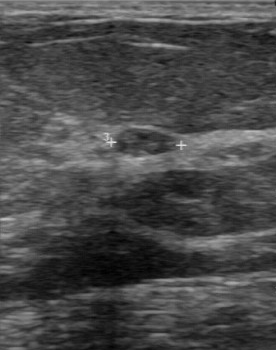
Modality: breast ultrasound image.
BI-RADS 2 in the original read; on a second read the margin is regular, the boundary clear and the finding hypoechoic. Pathology confirmed benign fibroadenoma.